Breast ultrasound. Acquired on GE Logiq 7 @10-14MHz.
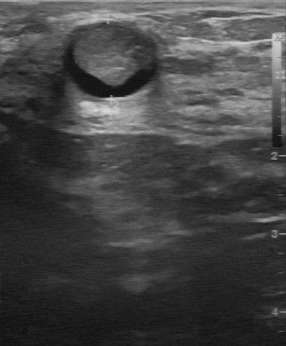
BI-RADS 4 in the original read; on a second read the margin is regular, the boundary clear and the breast lesion mixed cystic and solid. Calcifications: none. Pathology confirmed benign intraductal papilloma.